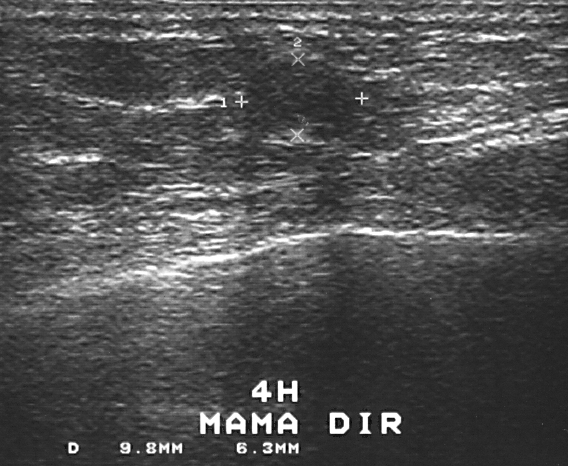
Acquired on GE Logiq 5 @10-12MHz. Modality: breast sonogram.
The mass is benign on biopsy or follow-up.